Breast sonogram.
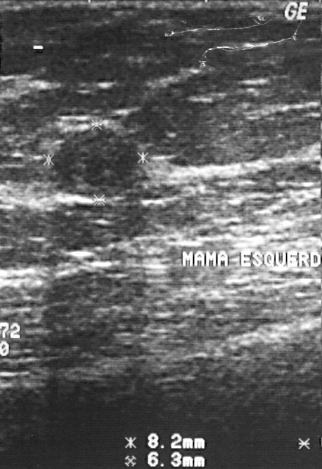
Biopsy showed fibroadenoma, a benign finding. BI-RADS category 2. Outcome on biopsy or follow-up: benign.